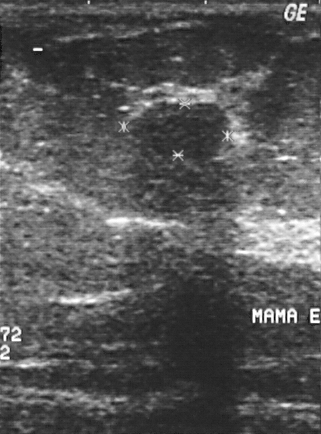
Modality: breast ultrasound scan.
This breast ultrasound scan shows a breast lesion, benign on biopsy or follow-up.